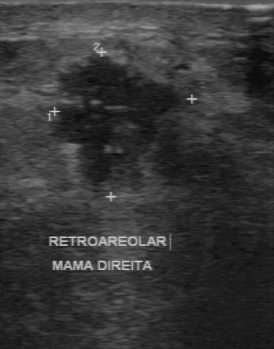
Modality: breast ultrasound image.
FINDINGS: Internal echoes: heterogeneous. Second-reader BI-RADS: 4C. Calcifications: multiple clustered microcalcifications.